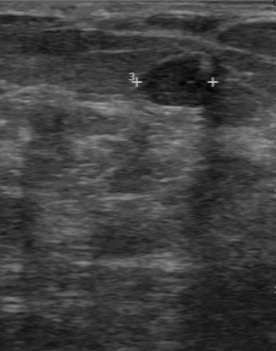
B-mode breast ultrasound. Acquired on GE Logiq 7 @10-14MHz.
BI-RADS 3 in the original read; on a second read the margin is partially regular, the boundary fairly clear and the breast lesion hypoechoic. No calcifications are seen. Pathology confirmed benign fibroadenoma.